Breast ultrasound.
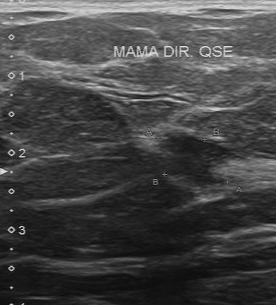
BI-RADS 5 in the original read; on a second read the margin is partially regular, the boundary somewhat unclear and the lesion slightly hypoechoic. Calcifications: none. Biopsy showed invasive ductal carcinoma, a malignant finding.